Breast ultrasound image. Scanner: GE Logiq 7 @10-14MHz.
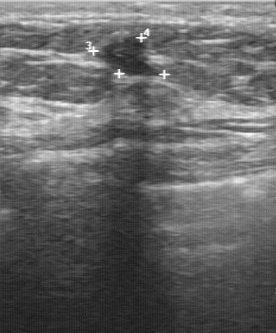
The mass was assessed as BI-RADS 4 by the original reader. A second reader, independent of the original assessment, describes a hypoechoic mass with a regular margin; the boundary is clear. There are no calcifications. Biopsy showed proliferative lesions, a benign finding.